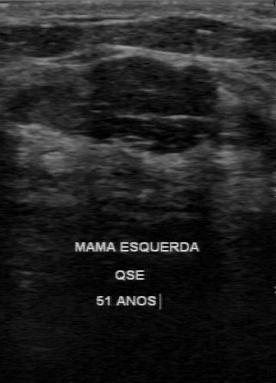
Acquired on GE Logiq 7 @10-14MHz. Imaging: breast sonogram.
FINDINGS: Breast sonogram. Echogenicity: hypoechoic. Boundary: somewhat unclear. Margin: regular. Calcifications: none. Biopsy or follow-up result: benign.
OUTCOME ON BIOPSY OR FOLLOW-UP: benign.